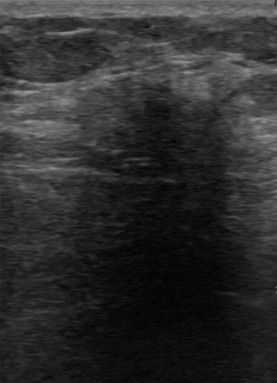
Scanner: GE Logiq 7 @10-14MHz. Imaging: breast sonogram.
A lesion is seen with BI-RADS assessment: 4.